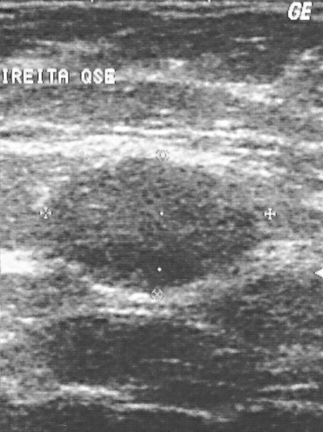
Modality: breast ultrasound.
Finding: breast lesion, benign on biopsy or follow-up.